Imaging: breast ultrasound image. Acquired on GE Logiq 5 @10-12MHz.
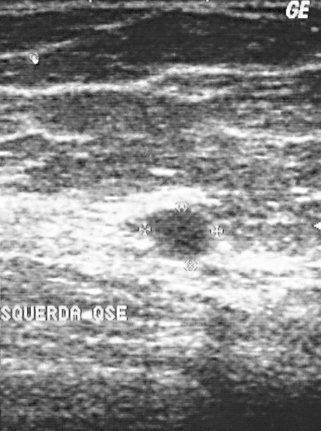
This breast ultrasound image shows a mass. It was assessed as BI-RADS 2. Pathology confirmed benign cyst.